Breast US.
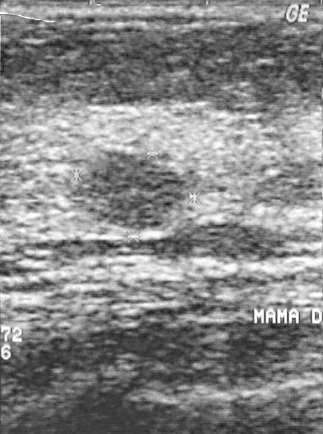
The BI-RADS category is 2. Pathology: cyst.